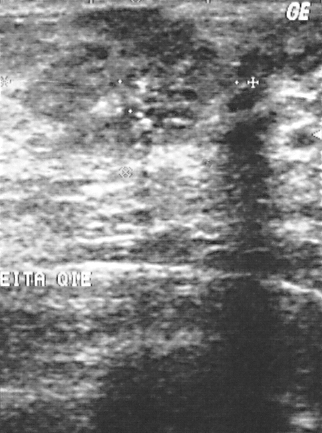
Modality: breast ultrasound scan.
A breast lesion is seen with outcome on biopsy or follow-up: malignant, histopathology: invasive ductal carcinoma, BI-RADS: 4.